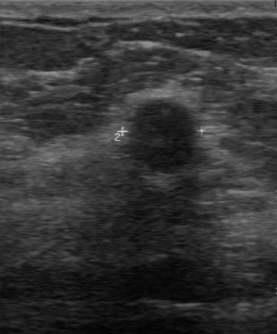
Breast ultrasound image.
The breast lesion was assessed as BI-RADS 4 by the original reader. Findings on the second read (an independent reader): a heterogeneous breast lesion, margin partially regular, boundary somewhat unclear. Calcifications: suspected. Histopathology: sclerosing adenosis (benign).